Imaging: breast sonogram. Scanner: GE Logiq 5 @10-12MHz.
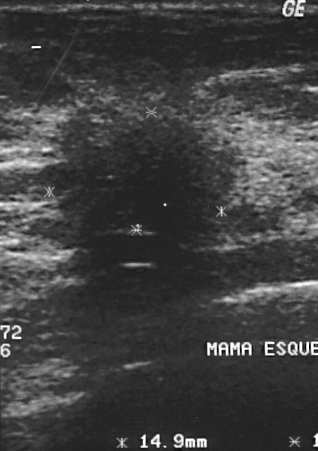
Lesion characteristics:
- pathology: invasive ductal carcinoma
- confirmed outcome (biopsy or follow-up): malignant
- BI-RADS category: 4